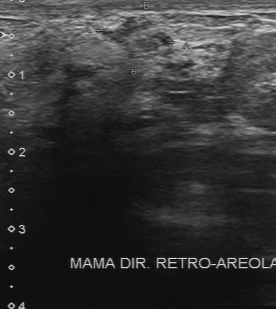
Imaging: breast sonogram.
The lesion was categorized BI-RADS 4 in the original read. Descriptors from an independent second read (not the reader who assigned the category): The lesion boundary is fairly clear. The margin is partially regular. Internally the lesion is heterogeneous. There are no calcifications. Histopathology: fibrocystic changes (benign).